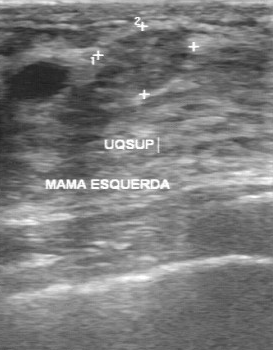
Acquired on GE Logiq 7 @10-14MHz. Imaging: breast sonogram.
Outcome on biopsy or follow-up: benign.